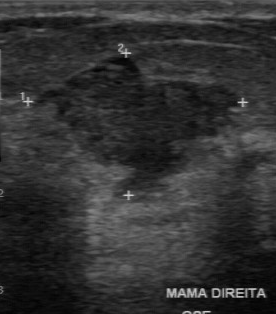
Modality: breast ultrasound. Scanner: GE Logiq 7 @10-14MHz.
The echogenicity is hypoechoic. Lesion boundary is somewhat unclear. There are no calcifications. Original BI-RADS: 4. The BI-RADS (second read) is 4B.